Acquired on GE Logiq 5 @10-12MHz. Imaging: breast ultrasound.
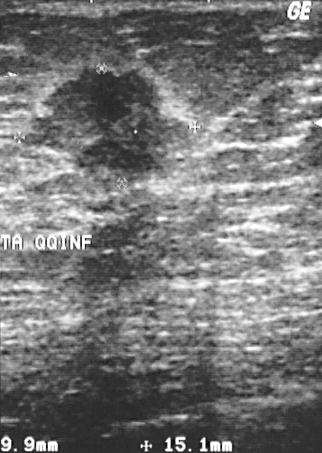
(coordinates in a 322x453 pixel frame) The mass occupies approximately [18, 66, 193, 189]. The mass is malignant on biopsy or follow-up.